Imaging: breast sonogram.
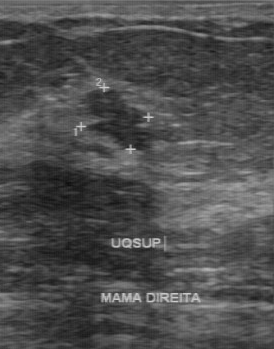
Coordinates are pixels in the 274x349 image. The finding occupies approximately 82 89 154 149. BI-RADS 4.